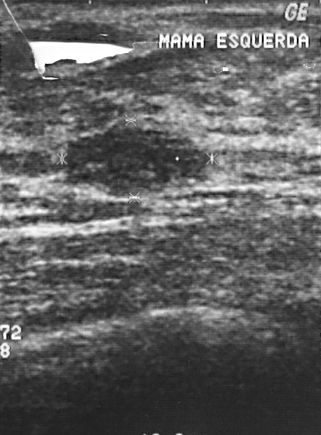
Imaging: breast sonogram.
Pixel coordinates (x1, y1, x2, y2): The finding occupies approximately (59, 122) to (211, 197).